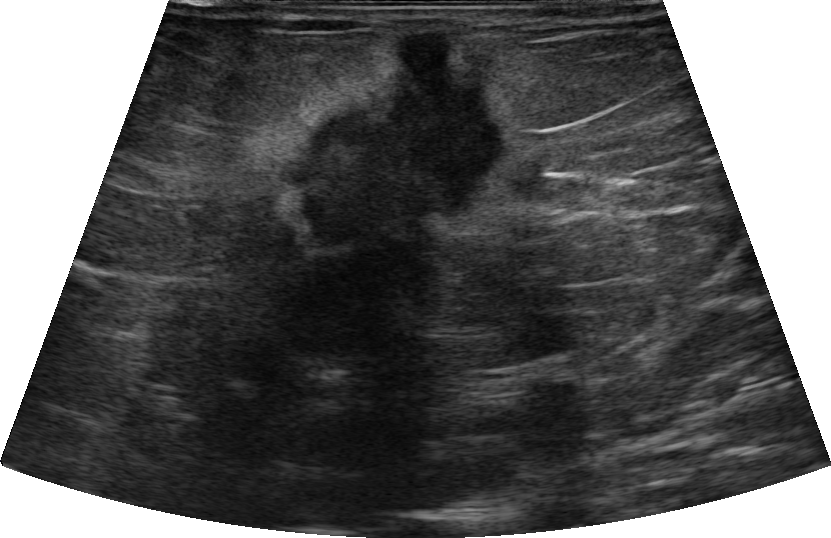
Imaging: breast ultrasound image. Background tissue composition: heterogeneous: predominantly fat.
There is an irregular finding that is hypoechoic, with non-circumscribed (spiculated, angular and indistinct) margins. There is posterior acoustic shadowing. There are no calcifications. An echogenic halo is present. BI-RADS 5; outcome on biopsy or follow-up: malignant.